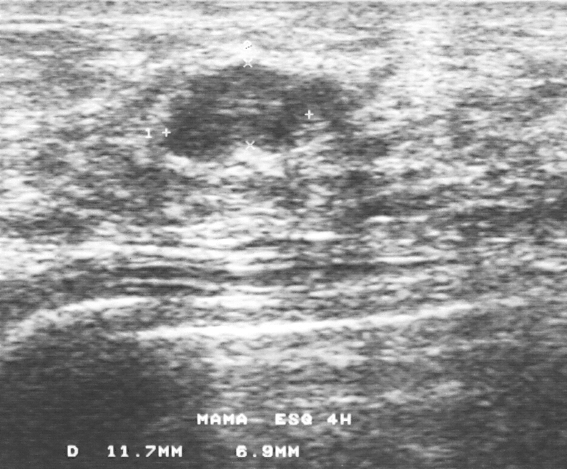
B-mode breast ultrasound. Acquired on GE Logiq 5 @10-12MHz.
A lesion is seen. BI-RADS category 3. The biopsy result was fibroadenoma; the lesion is benign.